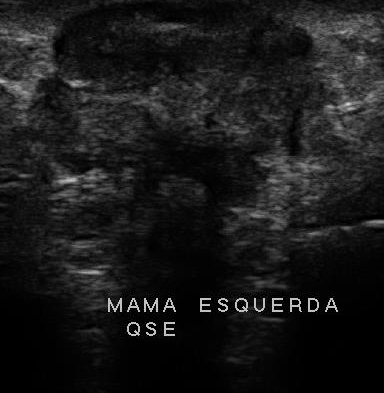
Modality: B-mode breast ultrasound. Acquired on U-Systems @10-14MHz.
The lesion was categorized BI-RADS 5 in the original read. A second reader, independent of the original assessment, describes a heterogeneous lesion with an irregular margin; the boundary is unclear. Calcifications: multiple calcifications. Histopathology: invasive ductal carcinoma (malignant).